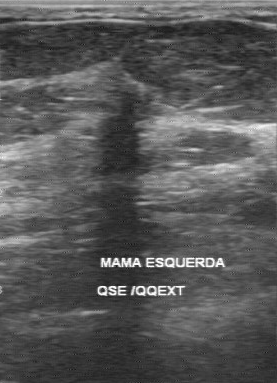
Imaging: B-mode breast ultrasound.
Contour: irregular. The biopsy result is invasive ductal carcinoma. There are no calcifications. Second-reader BI-RADS is 4C. The confirmed outcome (biopsy or follow-up) is malignant. The internal echoes are hypoechoic. Boundary is unclear.